Imaging: breast sonogram.
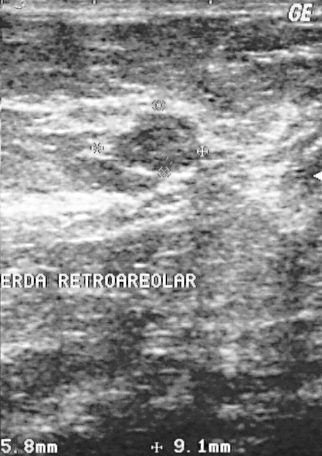
BI-RADS assessment is 3. The confirmed outcome (biopsy or follow-up) is benign.